Modality: B-mode breast ultrasound.
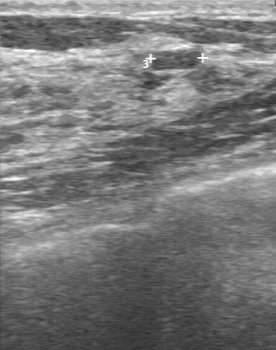
BI-RADS 2 in the original read. On a second, independent read, a breast lesion with a regular margin and a clear boundary is seen; it is slightly hypoechoic. Histopathology: proliferative lesions (benign).